Modality: breast ultrasound.
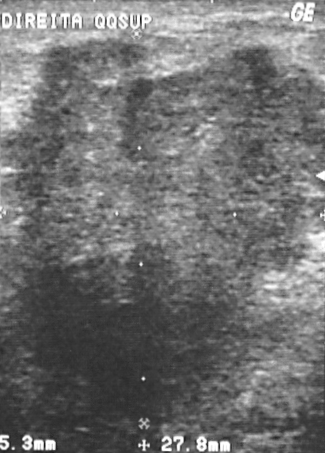
(coordinates in a 325x453 pixel frame) Lesion region of interest: 9 37 322 417.